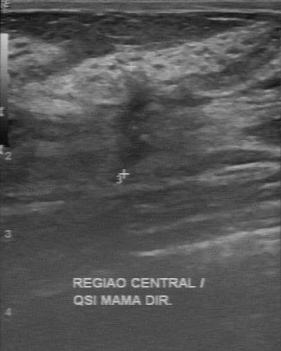
B-mode breast ultrasound. Scanner: GE Logiq 7 @10-14MHz.
Original-read BI-RADS category: 4. The following findings are from a second reader, independent of the original assessment. Margin: irregular. The lesion boundary is unclear. The breast lesion is slightly hypoechoic. There are no calcifications. The biopsy result was hyperplasia; the breast lesion is benign.